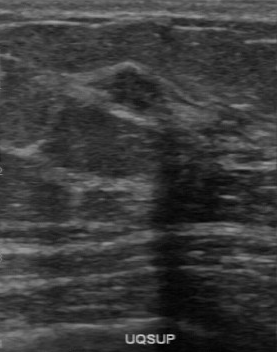
Modality: breast ultrasound image.
A breast lesion is seen with fairly clear lesion boundary, BI-RADS (first reader): 4, second-reader BI-RADS: 4A, partially regular margin, slightly hypoechoic echo pattern, calcifications: absent.